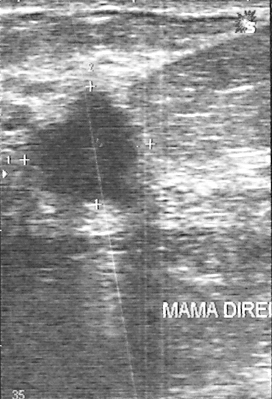
Modality: breast ultrasound scan.
Lesion characteristics:
- confirmed outcome (biopsy or follow-up): malignant
- BI-RADS category: 4